Acquired on GE Logiq 7 @10-14MHz. Breast sonogram.
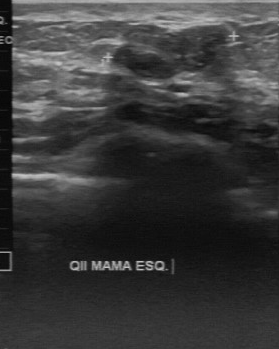
Finding: mass, benign on biopsy or follow-up.